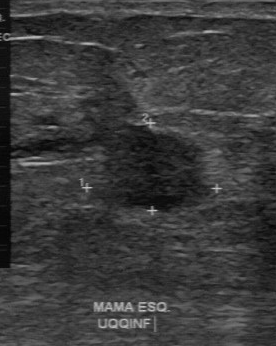
Modality: breast ultrasound image. Scanner: GE Logiq 7 @10-14MHz.
- margin: regular
- biopsy result: invasive ductal carcinoma
- echo pattern: slightly hypoechoic
- calcifications: none
- lesion boundary: fairly clear